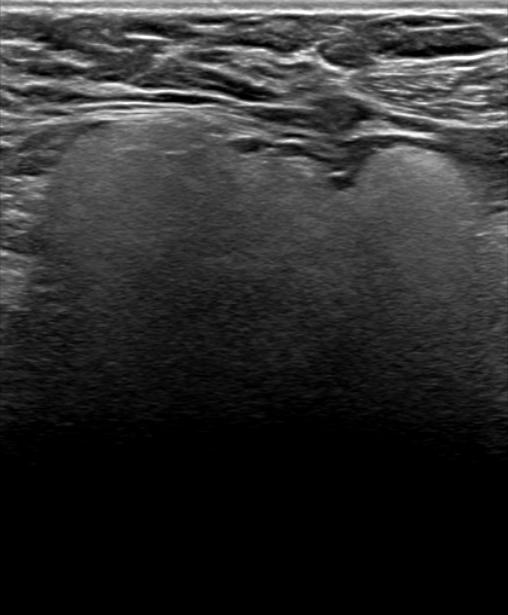
Imaging: B-mode breast ultrasound.
An irregular, hyperechoic mass with a circumscribed margin is seen. Posterior shadowing is present. BI-RADS 2; outcome on biopsy or follow-up: benign. The finding was confirmed by follow-up care.